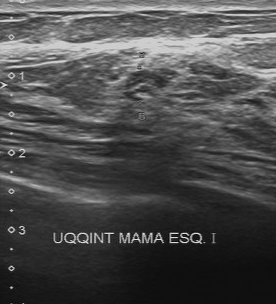
Modality: breast sonogram.
Mass: benign on biopsy or follow-up. (BI-RADS category 4.)